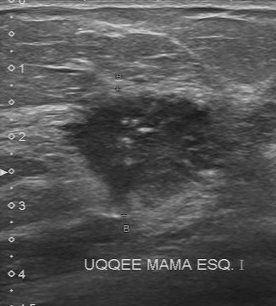
Breast sonogram.
Original-read BI-RADS category: 5.
On a second read by an independent reader:
Its boundary is unclear.
There are multiple calcifications.
The mass is hypoechoic.
The mass has an irregular margin.
Biopsy showed invasive ductal carcinoma, a malignant finding.